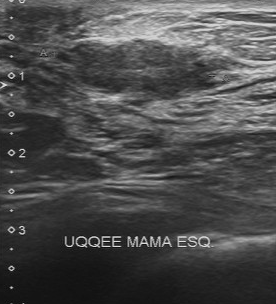
Modality: breast US.
BI-RADS 4 in the original read.
The following findings are from a second reader, independent of the original assessment.
The lesion has a partially regular margin.
The lesion boundary is fairly clear.
Internally the lesion is slightly hypoechoic.
No calcifications are seen.
Biopsy showed invasive ductal carcinoma, a malignant finding.